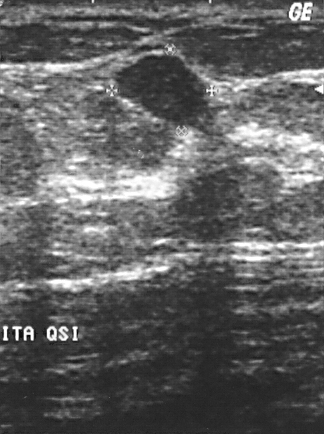
Scanner: GE Logiq 5 @10-12MHz. Breast ultrasound.
Coordinates are pixels in the 324x434 image. Lesion bounding box: top-left (118, 58), bottom-right (205, 124). BI-RADS 2.